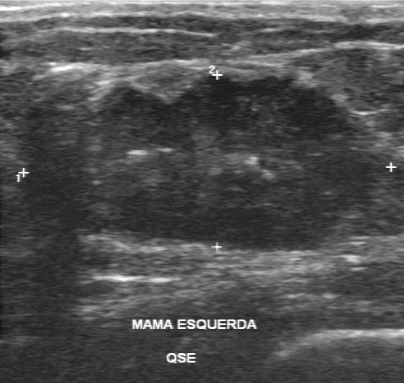
Modality: breast ultrasound image.
Lesion boundary: unclear. BI-RADS on independent re-read: 4B. Original BI-RADS: 5.